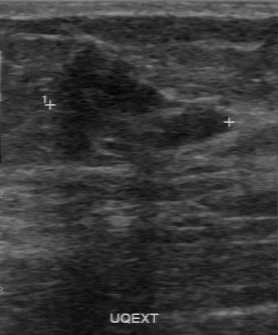
Modality: breast ultrasound scan.
Original-read BI-RADS category: 4.
Descriptors from an independent second read (not the reader who assigned the category):
Echo pattern: heterogeneous.
No calcifications are seen.
The margin is irregular.
Boundary: clear.
Biopsy showed fibroadenoma, a benign finding.